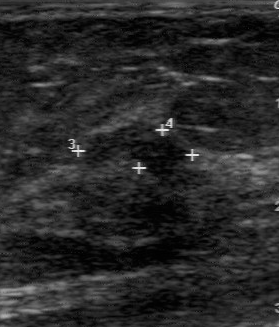
Scanner: GE Logiq 7 @10-14MHz. Imaging: breast ultrasound image.
(coordinates in a 279x327 pixel frame) Lesion bounding box: [84, 122, 190, 175].